Background tissue composition: heterogeneous: predominantly fat. Age 53. Breast ultrasound scan.
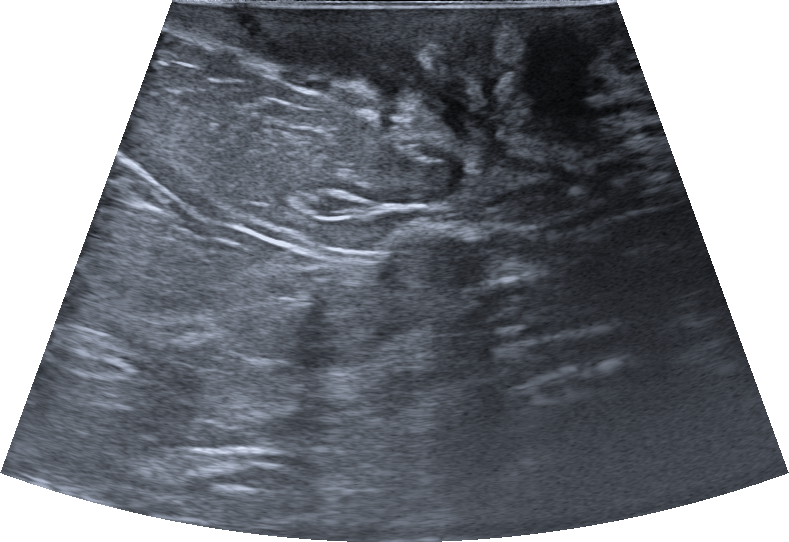
No echogenic halo is seen. There are no calcifications. The lesion appears irregular. Skin thickening: present. Echogenicity: hypoechoic. No posterior acoustic features are seen. Margin: not circumscribed, indistinct. BI-RADS category 2. Verification: follow-up care. Radiologic interpretation: Mastitis.